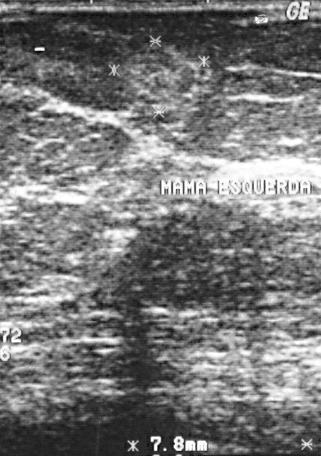
Breast US.
(coordinates in a 321x456 pixel frame) Lesion region of interest: [120, 43, 193, 102]. BI-RADS 2.